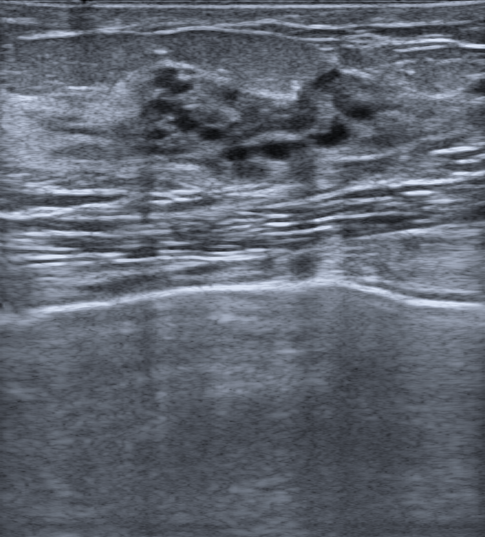
Imaging: breast ultrasound scan. Patient age: 31.
Coordinates are pixels in the 485x537 image. Lesion region of interest: top-left (110, 63), bottom-right (409, 191).